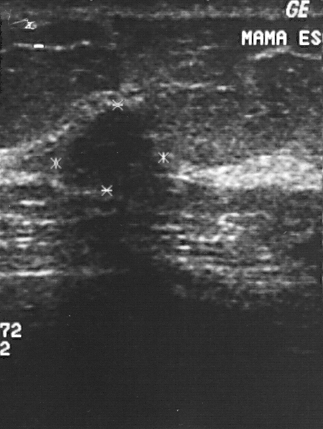
Imaging: breast ultrasound image. Scanner: GE Logiq 5 @10-12MHz.
This breast ultrasound image shows a breast lesion. It was assessed as BI-RADS 2. Pathology confirmed benign fibroadenoma.